B-mode breast ultrasound.
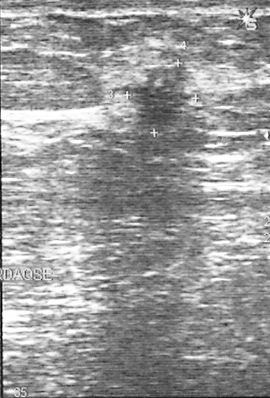
A mass is seen. It was assessed as BI-RADS 4. The biopsy result was invasive ductal carcinoma; the mass is malignant.